Modality: breast ultrasound scan.
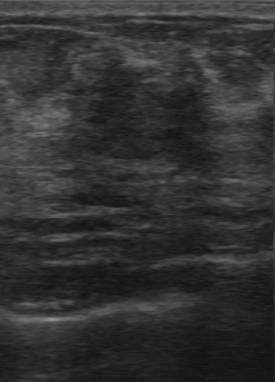
Biopsy or follow-up result: benign. (BI-RADS category 3.)